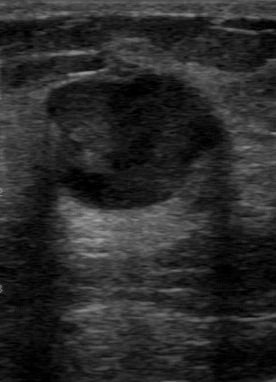
Imaging: breast US. Acquired on GE Logiq 7 @10-14MHz.
Breast lesion bounding box: (45,74)-(220,211). The breast lesion is benign on biopsy or follow-up.